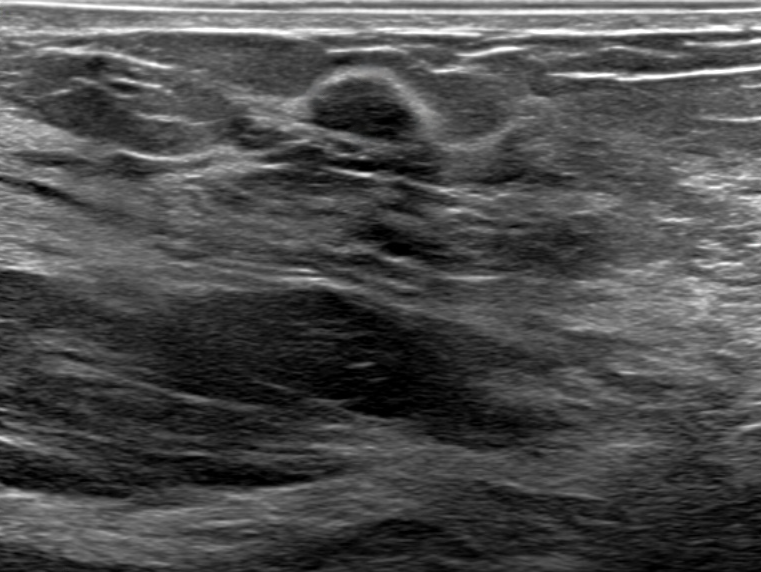
Breast sonogram.
Calcifications: none. Echogenicity: hypoechoic. Posterior features: none. The breast lesion has a circumscribed margin. An echogenic halo is present. There is no skin thickening. The breast lesion appears oval. Outcome on biopsy or follow-up: benign. The breast lesion is assessed as BI-RADS 4B. Biopsy result: Benign mammary dysplasia.